Modality: breast sonogram.
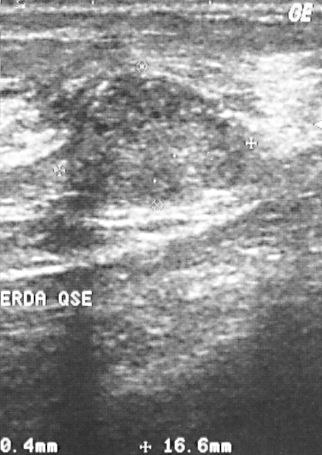
Pixel coordinates (x1, y1, x2, y2): Segment the breast lesion: bounding box 68 76 244 207. BI-RADS 2.